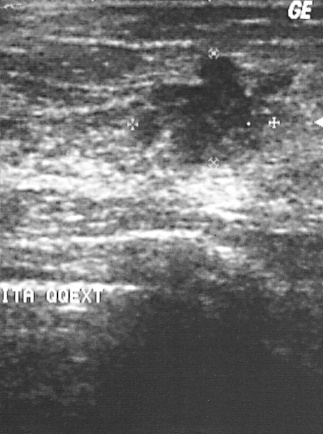
Acquired on GE Logiq 5 @10-12MHz. Imaging: breast ultrasound scan.
Lesion characteristics:
- BI-RADS assessment: 4
- histopathology: invasive ductal carcinoma